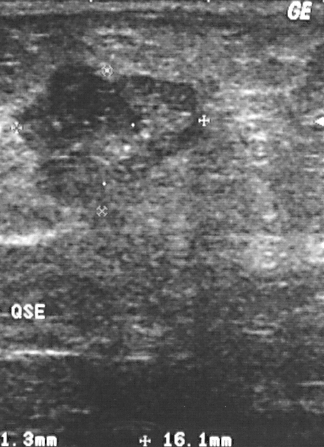
Imaging: breast sonogram.
This breast sonogram shows a breast lesion, malignant on biopsy or follow-up.